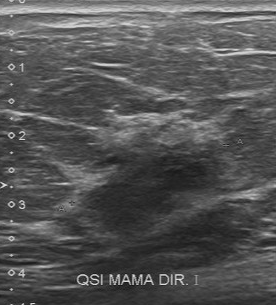
B-mode breast ultrasound.
BI-RADS 4 in the original read; on a second read the margin is irregular, the boundary unclear and the lesion slightly hypoechoic. No calcifications are seen. The biopsy result was invasive ductal carcinoma; the lesion is malignant.